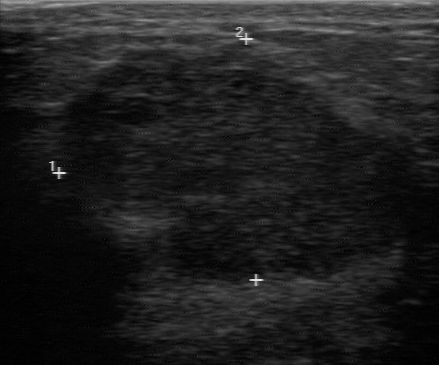
Modality: breast ultrasound image.
Pixel coordinates (x1, y1, x2, y2): The mass is located within the bounding box top-left (64, 47), bottom-right (419, 282). The mass is malignant on biopsy or follow-up. BI-RADS 4.